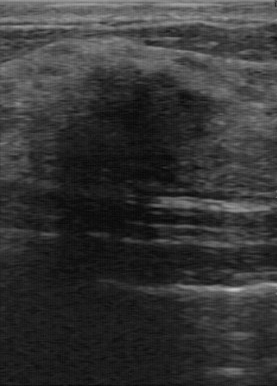
Breast US.
Biopsy or follow-up result: benign. BI-RADS 4.